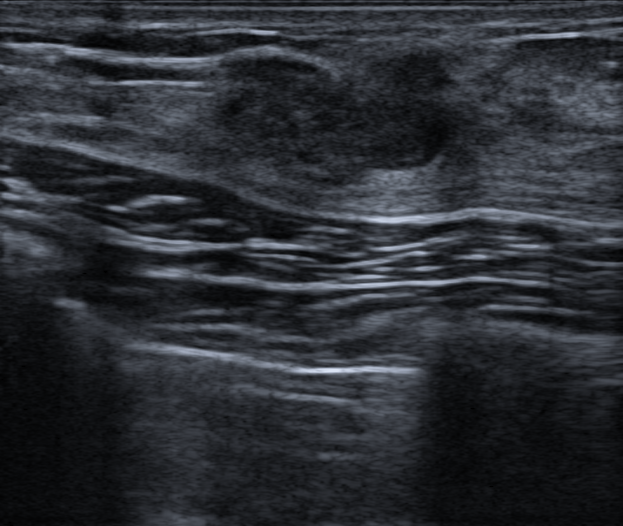
Modality: breast ultrasound image. Background echotexture is homogeneous: fibroglandular.
Lesion: benign on biopsy or follow-up. (BI-RADS category 4B.)